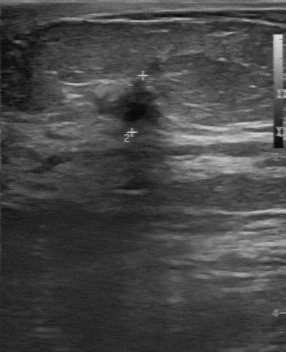
Imaging: breast US.
Lesion bounding box: (94, 77) to (163, 129). The lesion is malignant on biopsy or follow-up.